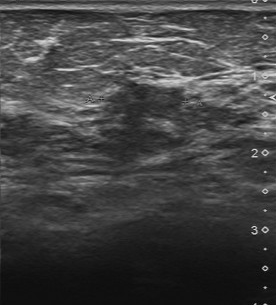
Breast ultrasound scan.
The confirmed outcome (biopsy or follow-up) is benign. Lesion boundary: somewhat unclear. Calcifications are absent. Echo pattern is slightly hypoechoic. Margin is partially regular.